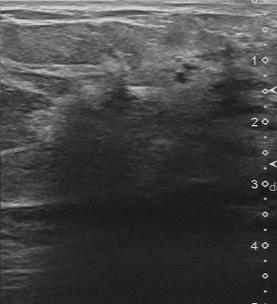
Breast ultrasound scan. Scanner: Toshiba Aplio 300 @12-14 MHz.
Lesion: malignant on biopsy or follow-up. (BI-RADS category 5.)